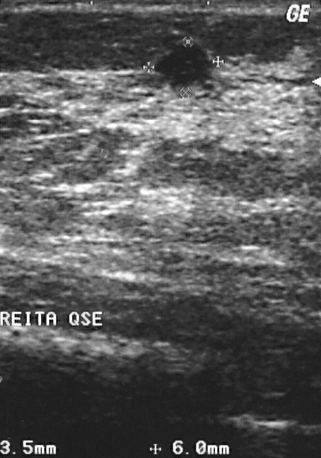
Scanner: GE Logiq 5 @10-12MHz. Breast sonogram.
A finding is seen with BI-RADS assessment: 2, biopsy or follow-up result: benign.